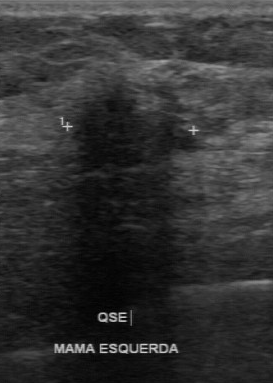
Modality: breast US.
The boundary is unclear. No calcifications are seen. Internal echoes are hypoechoic. Margin is irregular.